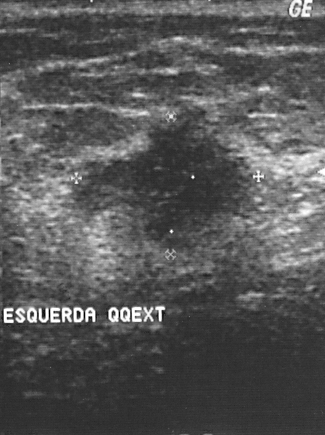
Imaging: breast ultrasound.
Finding: breast lesion, malignant on biopsy or follow-up. BI-RADS 4.